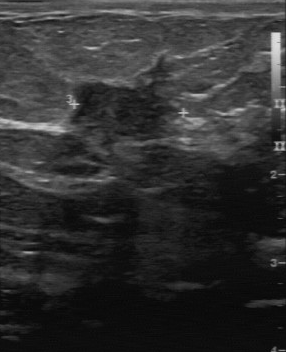
Imaging: B-mode breast ultrasound.
BI-RADS 5 in the original read. A second reader, independent of the original assessment, describes a hypoechoic finding with an irregular margin; the boundary is unclear. There are no calcifications. Biopsy showed invasive ductal carcinoma, a malignant finding.